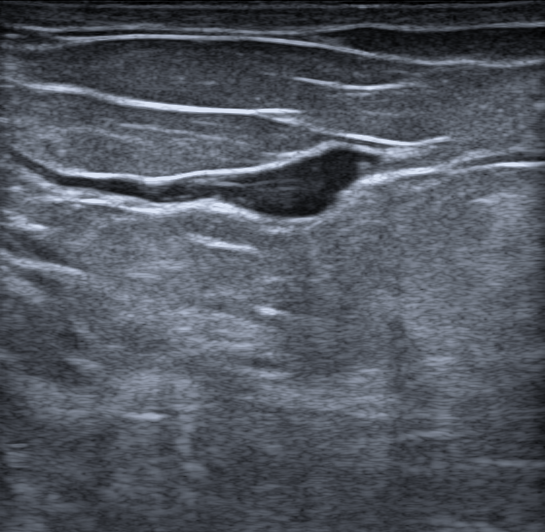
Imaging: breast ultrasound scan. Age 56.
Pixel coordinates (x1, y1, x2, y2): The mass is located within the bounding box [144, 159, 327, 209]. The mass is benign on biopsy or follow-up.